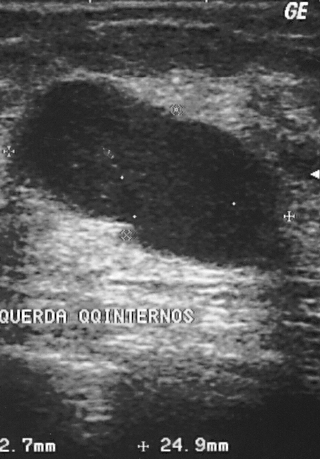
Acquired on GE Logiq 5 @10-12MHz. Imaging: breast ultrasound image.
A finding is present on this breast ultrasound image. BI-RADS category 2. Histopathology: cyst (benign).